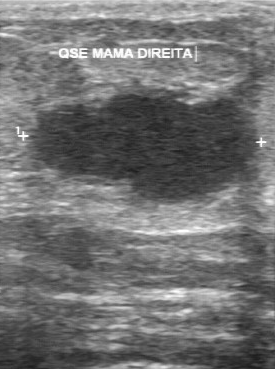
Imaging: B-mode breast ultrasound.
This B-mode breast ultrasound shows a lesion, malignant on biopsy or follow-up. (BI-RADS category 5.)